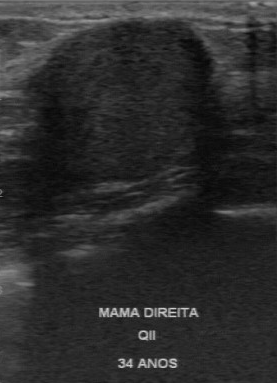
Breast US.
The lesion boundary is clear. Margin: regular. Biopsy or follow-up result: benign. The histopathology is mastitis. There are no calcifications. Echogenicity is hypoechoic.